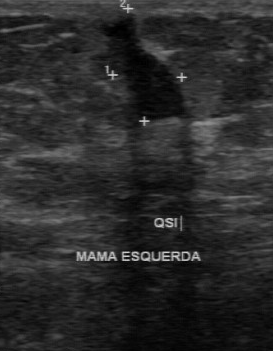
Breast US.
BI-RADS 4 in the original read; on a second read the margin is irregular, the boundary clear and the mass slightly hypoechoic. There are no calcifications. Biopsy showed invasive ductal carcinoma, a malignant finding.